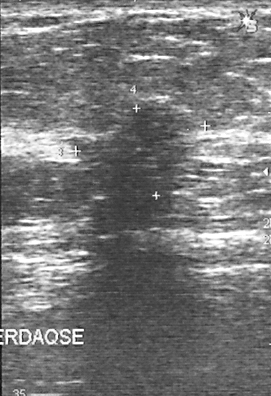
Acquired on GE Logiq 5 @10-12MHz. Breast ultrasound.
This breast ultrasound shows a breast lesion. It was assessed as BI-RADS 4. Pathology confirmed malignant invasive ductal carcinoma.